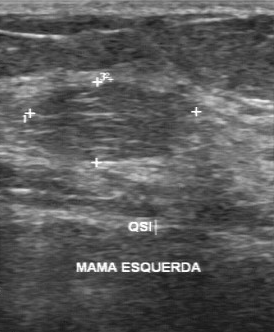
Breast ultrasound scan.
The mass was categorized BI-RADS 2 in the original read. Findings on the second read (an independent reader): a heterogeneous mass, margin partially regular, boundary fairly clear. Histopathology: lipoma (benign).